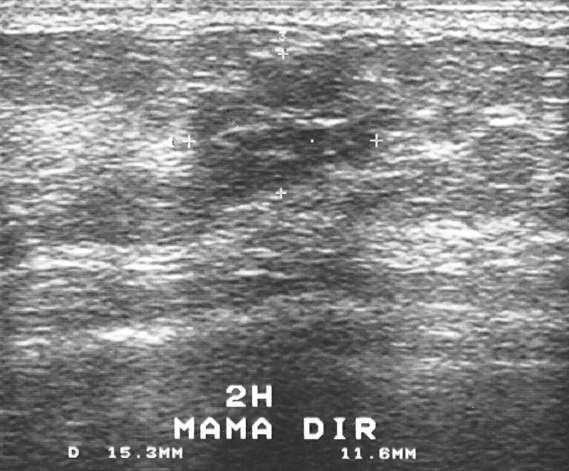
Imaging: breast US.
The breast lesion is located within the bounding box top-left (190, 54), bottom-right (380, 201).